Acquired on Toshiba Aplio 300 @12-14 MHz. Breast ultrasound.
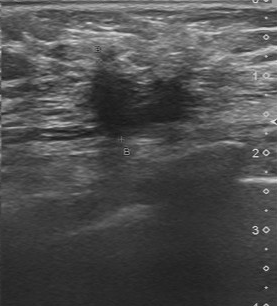
Lesion characteristics:
- contour: irregular
- internal echoes: hypoechoic
- biopsy or follow-up result: malignant
- calcifications: none
- boundary: unclear